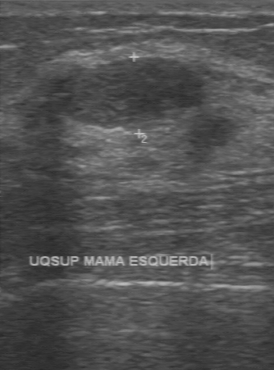
Modality: breast sonogram.
(coordinates in a 274x370 pixel frame) Lesion region of interest: x1=64, y1=57, x2=204, y2=128.